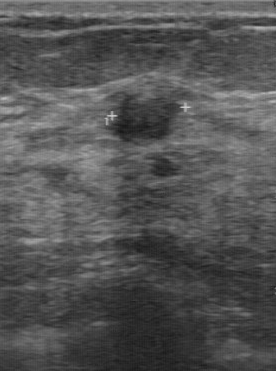
Scanner: GE Logiq 7 @10-14MHz. Breast US.
The finding demonstrates BI-RADS on independent re-read: 3, calcifications: none.